Modality: breast ultrasound image.
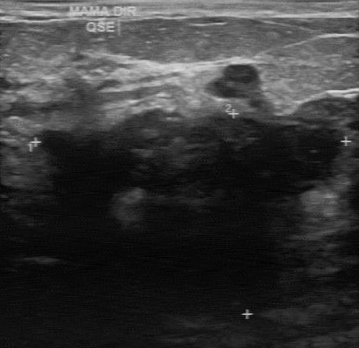
Lesion margin is irregular. There are no calcifications. Internal echoes: hypoechoic. The boundary is unclear.